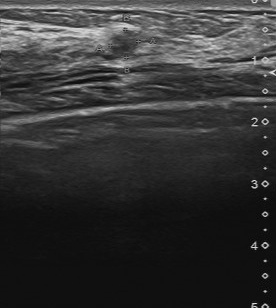
Modality: breast ultrasound.
Boundary: fairly clear. Contour: partially regular. Calcifications: absent. Histopathology: fibrocystic changes. Confirmed outcome (biopsy or follow-up): benign. Echo pattern: slightly hypoechoic.